Imaging: B-mode breast ultrasound. Acquired on GE Logiq 7 @10-14MHz.
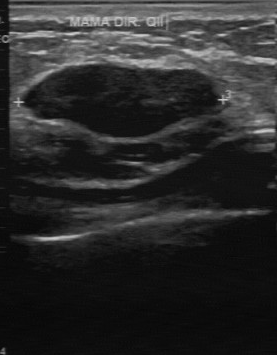
Contour is regular. Outcome on biopsy or follow-up: benign. The biopsy result is fibroadenoma. Echogenicity: hypoechoic. Calcifications are absent. Boundary: clear.